Acquired on GE Logiq 5 @10-12MHz. Breast ultrasound.
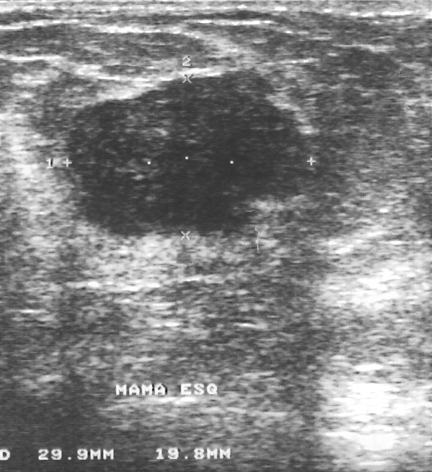
Assigned BI-RADS 3. The biopsy result was fibroadenoma; the finding is benign. This finding proved benign on biopsy or follow-up.